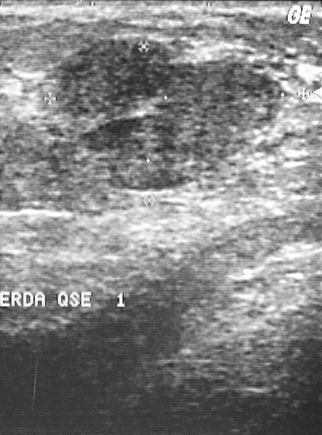
Imaging: B-mode breast ultrasound.
BI-RADS category: 2. Biopsy result: fibroadenoma.
OUTCOME ON BIOPSY OR FOLLOW-UP: benign.